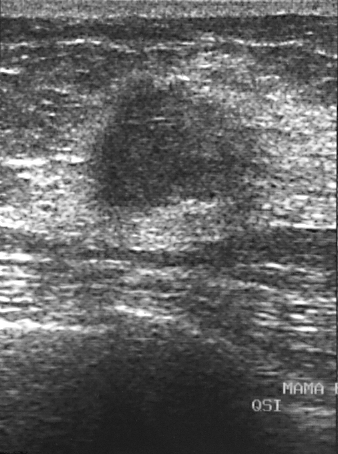
Modality: breast ultrasound image.
This breast lesion proved malignant on biopsy or follow-up. The breast lesion is assessed as BI-RADS 5. Biopsy showed invasive ductal carcinoma, a malignant finding.